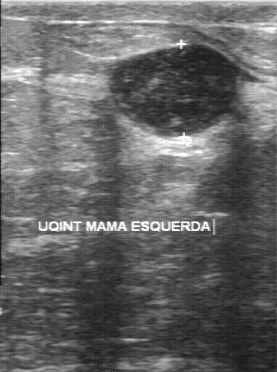
Breast ultrasound.
Coordinates are pixels in the 277x372 image. Segment the lesion: bounding box [107, 43, 238, 136]. The lesion is benign on biopsy or follow-up.